Modality: breast ultrasound scan. Acquired on GE Logiq 5 @10-12MHz.
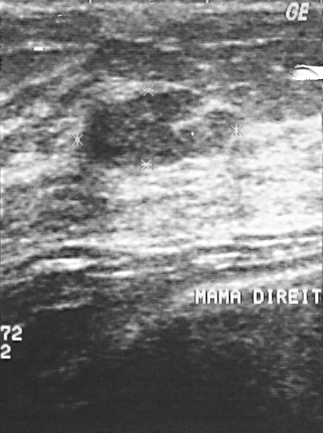
Coordinates are pixels in the 323x433 image. The breast lesion is located within the bounding box (88,90)-(241,166). The breast lesion is benign on biopsy or follow-up.